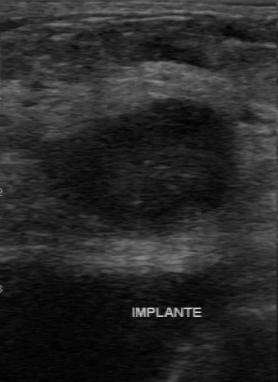
Breast ultrasound scan.
The breast lesion was assessed as BI-RADS 4 by the original reader. On a second, independent read, a breast lesion with a regular margin and a somewhat unclear boundary is seen; it is hypoechoic. Calcifications: none. Biopsy showed invasive ductal carcinoma, a malignant finding.